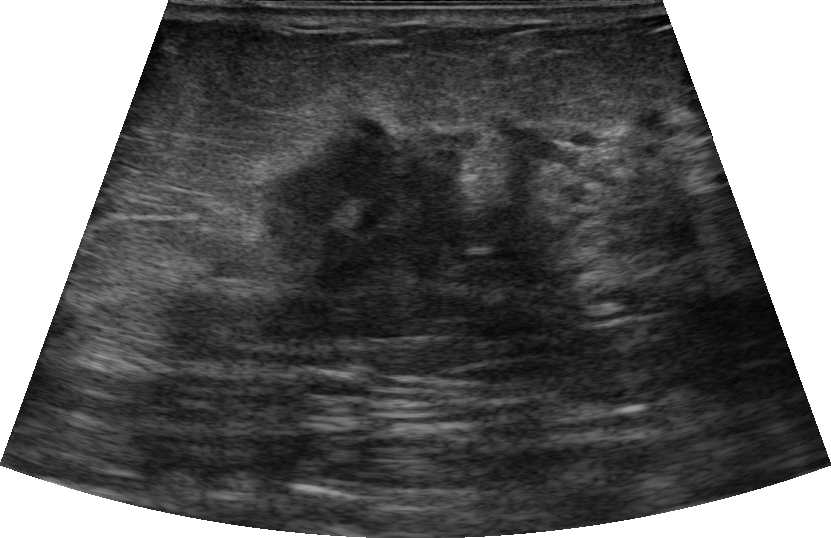
Modality: B-mode breast ultrasound. Background echotexture is heterogeneous: predominantly fibroglandular.
An irregular, heterogeneous lesion with angular and indistinct margins is seen. There are no posterior features. An echogenic halo is present. BI-RADS 5; malignant on biopsy or follow-up. Biopsy result: Invasive carcinoma of no special type (NST); Apocrine carcinoma.